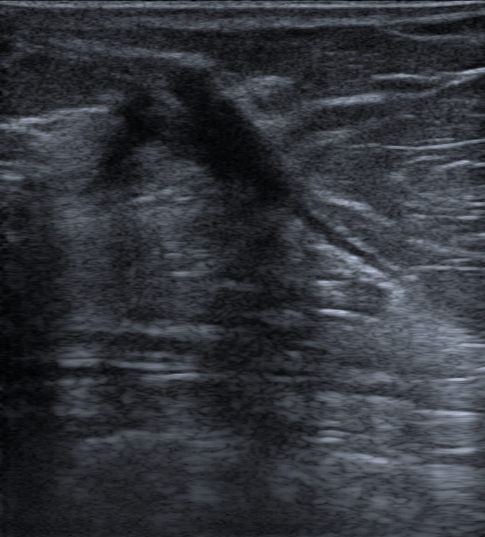
Imaging: breast ultrasound scan. 59-year-old patient.
Pixel coordinates (x1, y1, x2, y2): Segment the mass: bounding box (77,59)-(411,286). The mass is benign on biopsy or follow-up. BI-RADS 2.